Modality: breast sonogram. Background tissue composition: heterogeneous: predominantly fat.
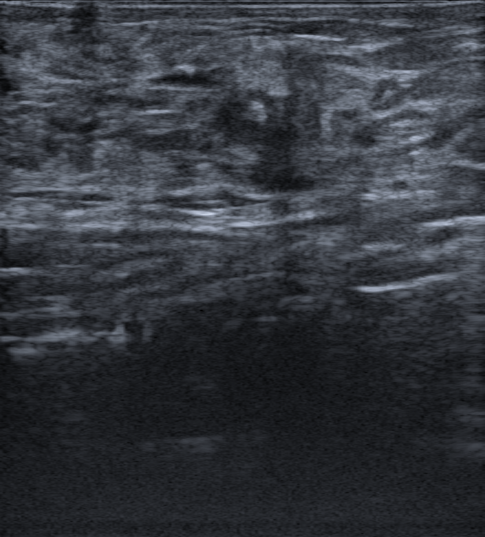
This breast sonogram shows a breast lesion, malignant on biopsy or follow-up. BI-RADS 4C.